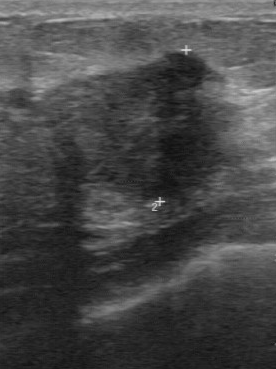
B-mode breast ultrasound. Acquired on GE Logiq 7 @10-14MHz.
Original-read BI-RADS category: 4. Descriptors from an independent second read (not the reader who assigned the category): Margin: partially regular. There are no calcifications. Boundary: somewhat unclear. The mass is hypoechoic. Histopathology: invasive ductal carcinoma (malignant).